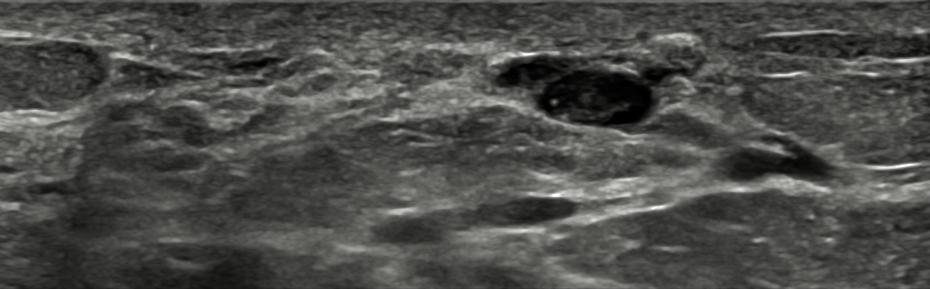
Imaging: breast ultrasound image.
An oval, complex cystic and solid breast lesion with circumscribed margins is seen. There are no posterior acoustic features. Calcifications: none. There is no echogenic halo. The breast lesion is categorized as BI-RADS 3; on biopsy or follow-up it was benign. Differential on reading: Duct filled with thick fluid; Mammary duct ectasia. The finding was confirmed by follow-up care.